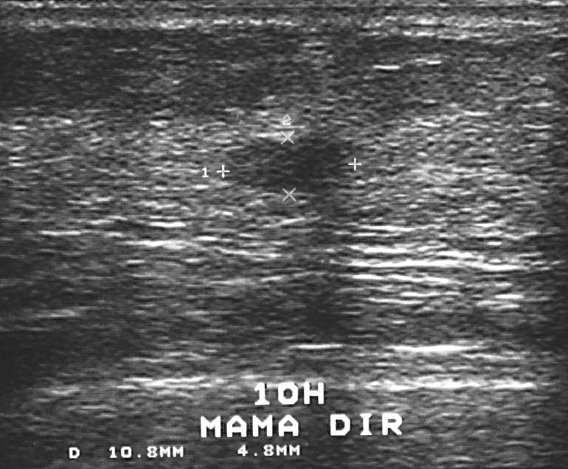
B-mode breast ultrasound.
Biopsy or follow-up result: benign. BI-RADS 3.